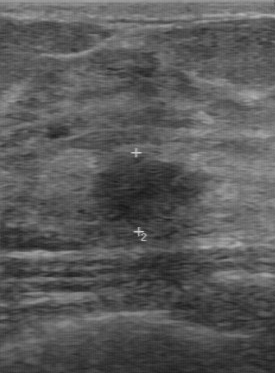
Acquired on GE Logiq 7 @10-14MHz. Modality: breast US.
Histopathology: fibroadenoma. BI-RADS: 4.
OUTCOME ON BIOPSY OR FOLLOW-UP: benign.